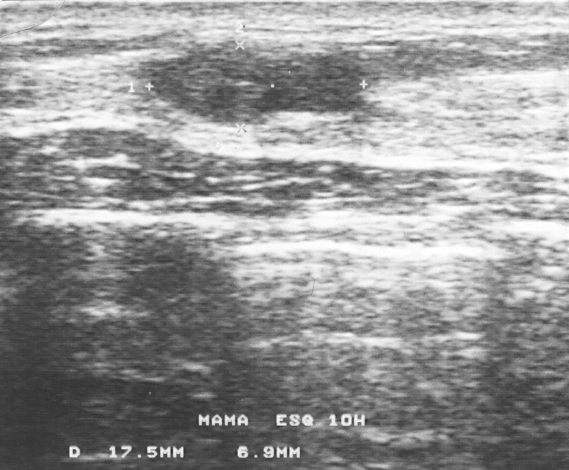
Breast ultrasound.
The biopsy result was fibroadenoma; the mass is benign. The mass is assessed as BI-RADS 3. Outcome on biopsy or follow-up: benign.